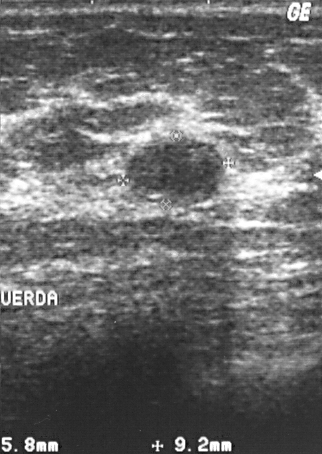
Acquired on GE Logiq 5 @10-12MHz. Modality: breast ultrasound image.
(coordinates in a 322x454 pixel frame) Lesion region of interest: x1=124, y1=136, x2=230, y2=208.